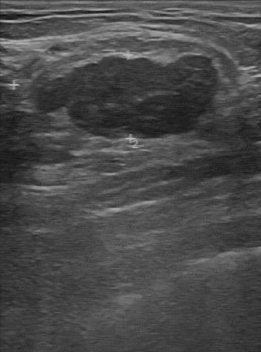
Imaging: breast US. Scanner: GE Logiq 7 @10-14MHz.
Biopsy or follow-up result: benign.